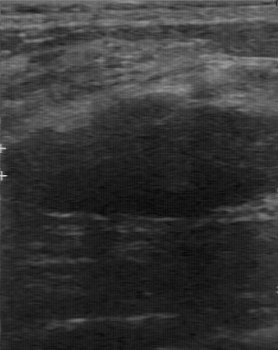
Modality: breast ultrasound scan.
Boundary is clear. Outcome on biopsy or follow-up: benign. The internal echoes are hypoechoic. Calcifications are absent. The contour is regular.